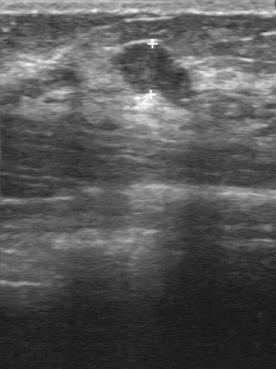
Imaging: breast ultrasound image.
Outcome on biopsy or follow-up: benign. (BI-RADS category 3.)